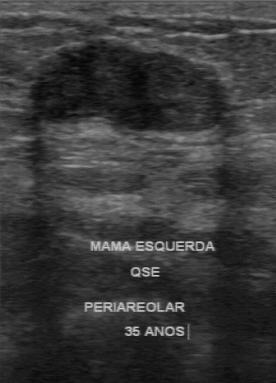
Imaging: breast ultrasound.
The mass was categorized BI-RADS 2 in the original read. On a second read by an independent reader: Calcifications: none. Boundary: clear. Margin: regular. Echo pattern: hypoechoic. Biopsy showed fibroadenoma, a benign finding.